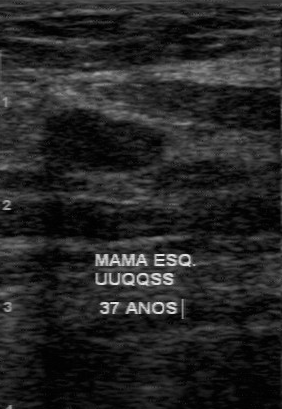
Acquired on GE Logiq 7 @10-14MHz. Imaging: breast ultrasound.
The mass was categorized BI-RADS 3 in the original read. The following findings are from a second reader, independent of the original assessment. Its boundary is clear. No calcifications are seen. The margin is regular. Internally the mass is hypoechoic. Histopathology: fibroadenoma (benign).